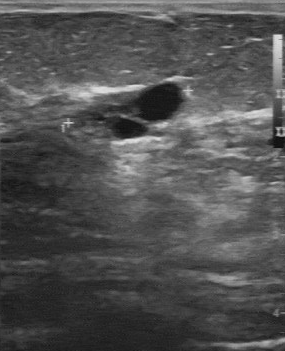
Breast sonogram.
Lesion characteristics:
- echo pattern: anechoic
- BI-RADS (first reader): 2
- confirmed outcome (biopsy or follow-up): benign
- calcifications: absent
- BI-RADS on independent re-read: 3